Modality: breast sonogram.
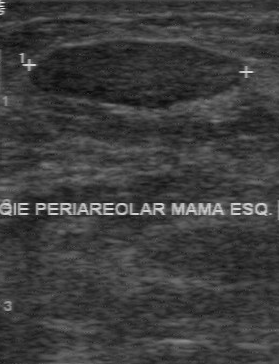
Breast sonogram findings:
- second-reader BI-RADS: 3